Modality: breast ultrasound scan.
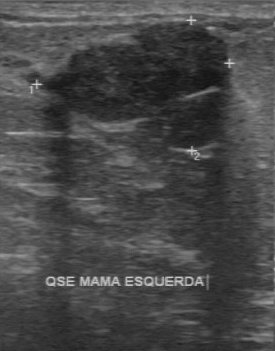
Pixel coordinates (x1, y1, x2, y2): Segment the breast lesion: bounding box 47 22 232 150.